Scanner: GE Logiq 7 @10-14MHz. Breast US.
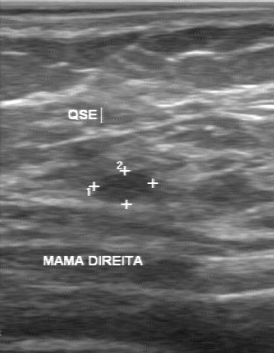
Biopsy or follow-up result: benign. BI-RADS 2.